Breast US.
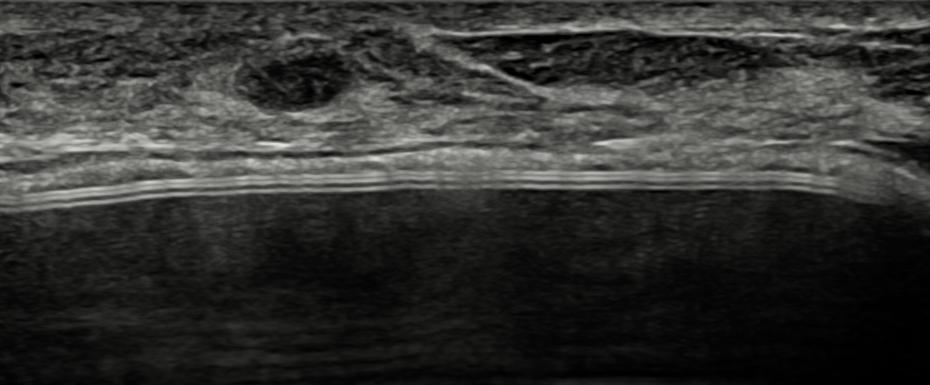
An oval, hypoechoic breast lesion with circumscribed margins is seen. Posterior features: none. There are no calcifications. Echogenic halo: absent. BI-RADS assessment: 3; biopsy or follow-up result: benign.